B-mode breast ultrasound.
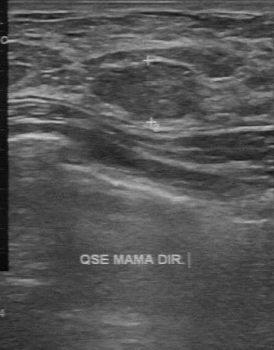
The mass demonstrates clear boundary, BI-RADS (first reader): 2, BI-RADS on independent re-read: 3.